Breast US. Acquired on GE Logiq 5 @10-12MHz.
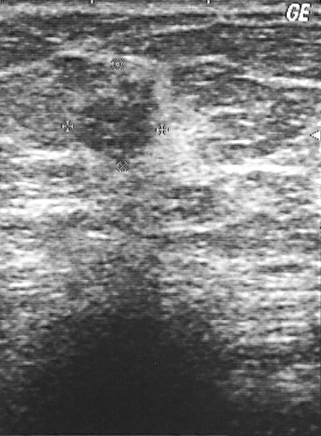
A breast lesion is present on this breast US. Assessment: BI-RADS 4. Biopsy showed invasive ductal carcinoma, a malignant finding.